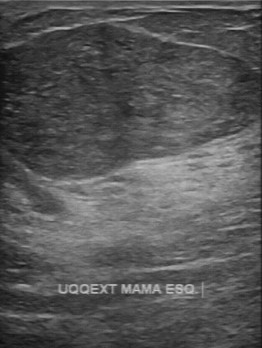
Modality: B-mode breast ultrasound. Scanner: GE Logiq 7 @10-14MHz.
The original reader assigned BI-RADS 3. On a second read by an independent reader: Margin: regular. Internally the breast lesion is slightly hypoechoic. Calcifications: none. The lesion boundary is clear. Histopathology: fibroadenoma (benign).